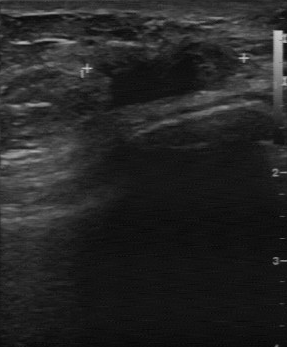
Modality: B-mode breast ultrasound. Acquired on GE Logiq 7 @10-14MHz.
Outcome on biopsy or follow-up is malignant. Pathology: invasive lobular carcinoma. The BI-RADS assessment is 4.